Acquired on GE Logiq 7 @10-14MHz. Breast sonogram.
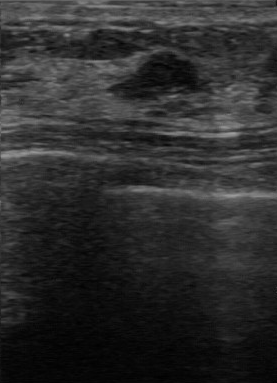
Lesion characteristics:
- contour: partially regular
- histopathology: fibroadenoma
- boundary: fairly clear
- calcifications: none
- echo pattern: hypoechoic